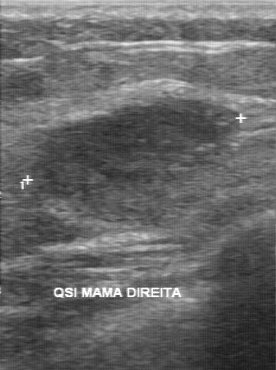
Acquired on GE Logiq 7 @10-14MHz. Modality: breast ultrasound image.
This breast ultrasound image shows a breast lesion, malignant on biopsy or follow-up. (BI-RADS category 4.)